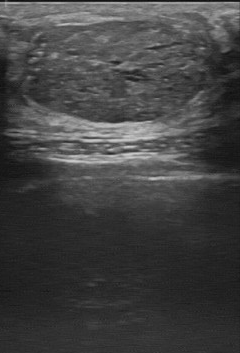
Modality: breast ultrasound scan.
The finding was assessed as BI-RADS 4 by the original reader. On a second read by an independent reader: There are multiple calcifications. Internally the finding is slightly hypoechoic. The lesion boundary is clear. Margin: regular. The biopsy result was phyllodes tumor; the finding is benign.